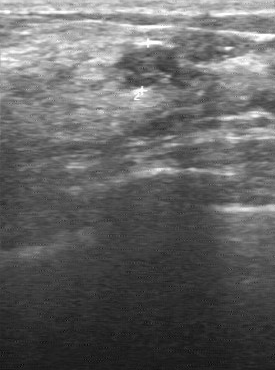
Modality: breast US.
Pixel coordinates (x1, y1, x2, y2): The lesion occupies approximately top-left (111, 45), bottom-right (181, 85). The lesion is benign on biopsy or follow-up.